B-mode breast ultrasound.
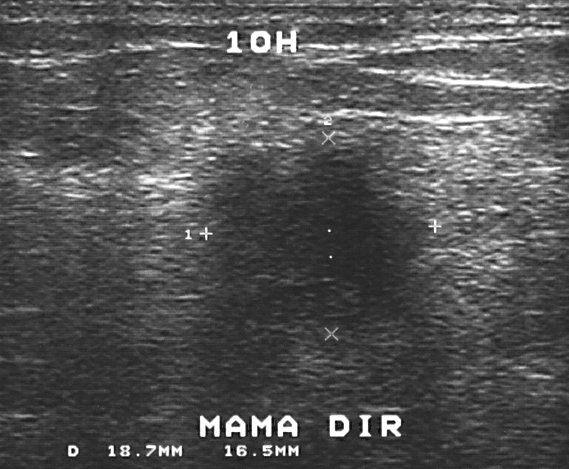
This B-mode breast ultrasound shows a breast lesion. BI-RADS category 4. Pathology confirmed malignant invasive ductal carcinoma.